Scanner: GE Logiq 7 @10-14MHz. Breast ultrasound scan.
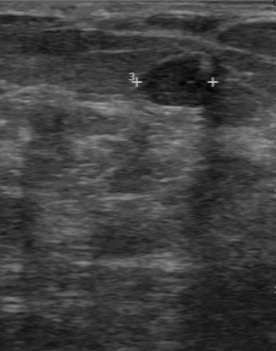
FINDINGS: Echo pattern: hypoechoic. Lesion boundary: fairly clear. Lesion margin: partially regular. Confirmed outcome (biopsy or follow-up): benign. BI-RADS (first reader): 3. Second-reader BI-RADS: 3. Calcifications: absent.
OUTCOME ON BIOPSY OR FOLLOW-UP: benign.